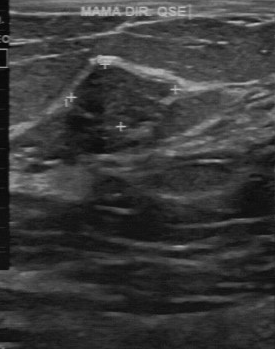
Modality: breast ultrasound image.
FINDINGS: Breast ultrasound image. Calcifications: absent. Boundary: fairly clear. Lesion margin: partially regular. Echogenicity: slightly hypoechoic.
OUTCOME ON BIOPSY OR FOLLOW-UP: benign.